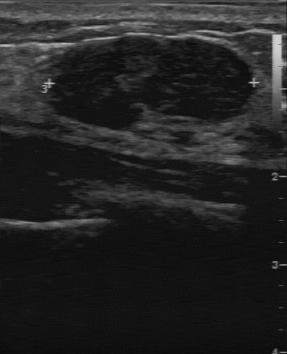
Breast ultrasound.
Pixel coordinates (x1, y1, x2, y2): Segment the lesion: bounding box x1=53, y1=35, x2=251, y2=130. The lesion is benign on biopsy or follow-up. BI-RADS 3.